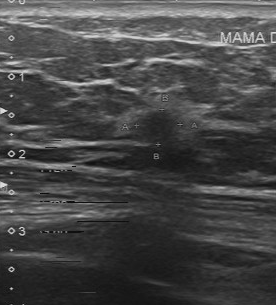
Breast ultrasound scan.
Original-read BI-RADS category: 4. Findings on the second read (an independent reader): a slightly hypoechoic lesion, margin partially regular, boundary somewhat unclear. The biopsy result was invasive ductal carcinoma; the lesion is malignant.